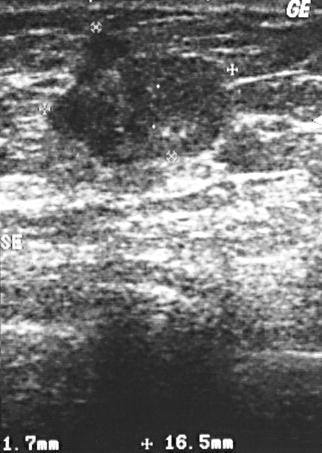
Imaging: B-mode breast ultrasound. Acquired on GE Logiq 5 @10-12MHz.
BI-RADS assessment: 4. Biopsy result: invasive ductal carcinoma. Confirmed outcome (biopsy or follow-up): malignant.
OUTCOME ON BIOPSY OR FOLLOW-UP: malignant.